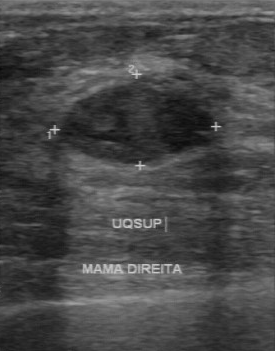
Modality: B-mode breast ultrasound.
The original reader assigned BI-RADS 3. A second, independent read describes the lesion as follows. Boundary: clear. The lesion has a regular margin. Internally the lesion is hypoechoic. Calcifications: none. Biopsy showed fibroadenoma, a benign finding.